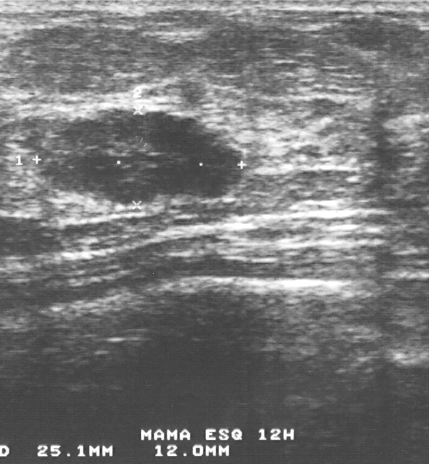
Breast ultrasound image.
Biopsy or follow-up result: benign. BI-RADS 3.